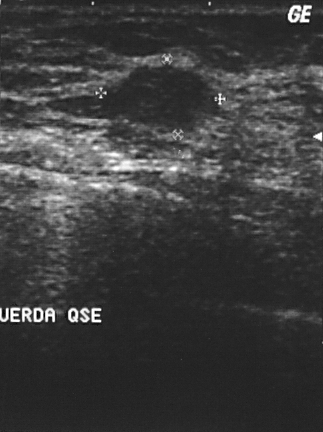
Modality: breast ultrasound scan.
Outcome on biopsy or follow-up: benign. BI-RADS 2.